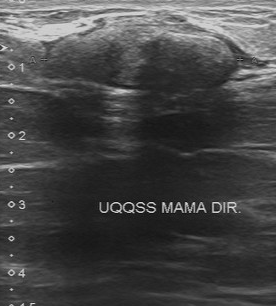
Modality: breast US.
Lesion characteristics:
- echo pattern: slightly hypoechoic
- original BI-RADS: 4
- lesion margin: regular
- boundary: clear
- biopsy result: cyst
- BI-RADS on independent re-read: 4A
- calcifications: absent